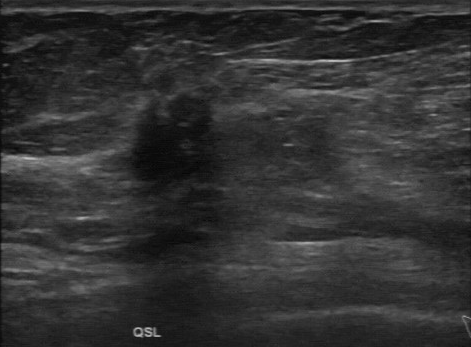
Imaging: B-mode breast ultrasound.
Pixel coordinates (x1, y1, x2, y2): Segment the finding: bounding box (127,93)-(227,255).